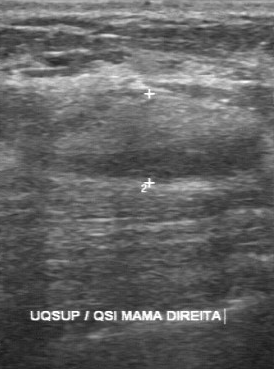
Imaging: breast ultrasound scan.
Pixel coordinates (x1, y1, x2, y2): Lesion region of interest: [42, 88, 262, 181].